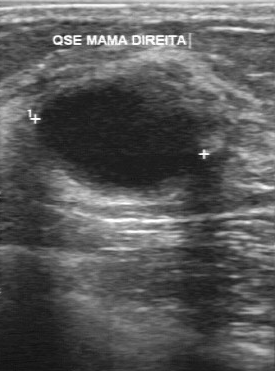
Modality: B-mode breast ultrasound.
BI-RADS 2 in the original read; on a second read the margin is regular, the boundary clear and the breast lesion hypoechoic. Pathology confirmed benign cyst.